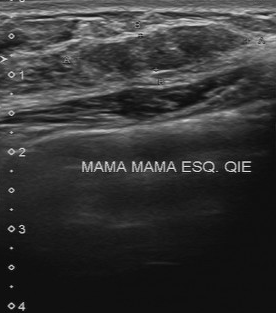
B-mode breast ultrasound.
The lesion was assessed as BI-RADS 3 by the original reader. On a second, independent read, a lesion with a regular margin and a clear boundary is seen; it is slightly hypoechoic. There are no calcifications. The biopsy result was fibroadenoma; the lesion is benign.